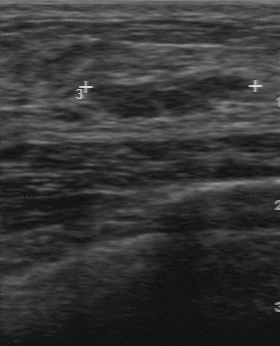
B-mode breast ultrasound.
The echo pattern is hypoechoic. Confirmed outcome (biopsy or follow-up) is benign. No calcifications are seen. Lesion boundary: clear. Lesion margin is regular.